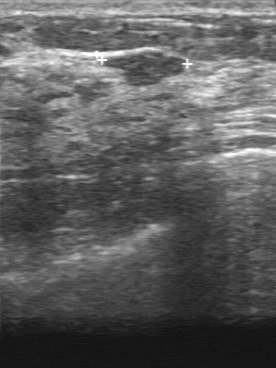
Modality: B-mode breast ultrasound.
Segment the mass: bounding box [102, 51, 188, 87].